Modality: breast ultrasound image.
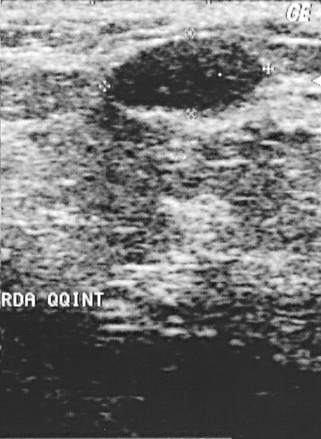
This lesion proved benign on biopsy or follow-up. The biopsy result was fibroadenoma; the lesion is benign. BI-RADS category 2.